Modality: B-mode breast ultrasound.
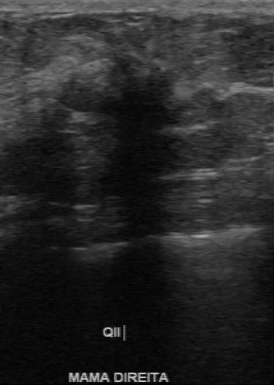
Finding: lesion, malignant on biopsy or follow-up. BI-RADS 4.